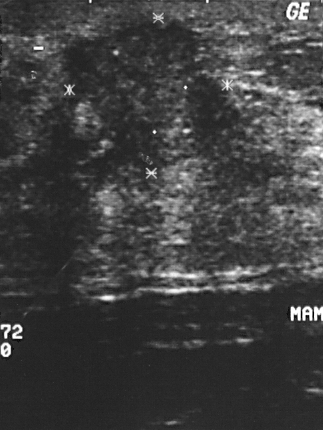
Imaging: breast ultrasound.
The lesion is malignant on biopsy or follow-up.